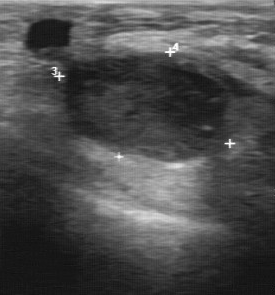
Modality: breast ultrasound scan.
Biopsy or follow-up result: malignant. BI-RADS (second read): 3.
OUTCOME ON BIOPSY OR FOLLOW-UP: malignant.